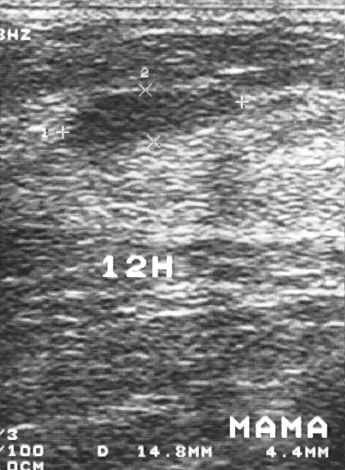
Imaging: breast sonogram.
Biopsy or follow-up result: benign. (BI-RADS category 3.)